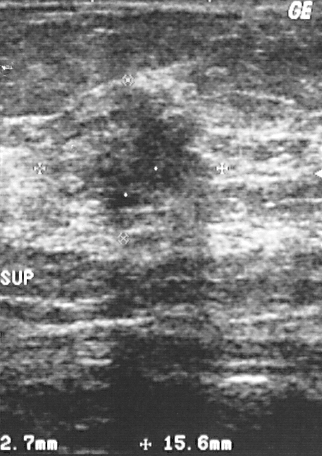
Scanner: GE Logiq 5 @10-12MHz. Modality: breast ultrasound image.
The BI-RADS assessment is 4.